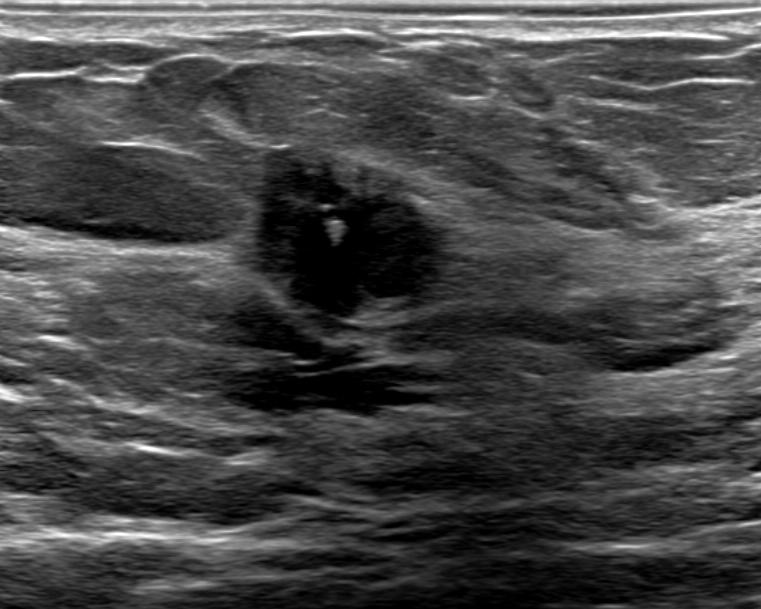
Imaging: B-mode breast ultrasound.
Findings: an irregular breast lesion of hypoechoic echotexture with margins that are not circumscribed (microlobulated and indistinct). Posterior features: none. There are calcifications in the mass. BI-RADS 5; malignant on biopsy or follow-up. Biopsy result: Invasive carcinoma of no special type (NST).